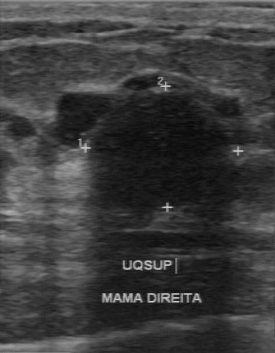
B-mode breast ultrasound.
This B-mode breast ultrasound shows a mass, benign on biopsy or follow-up.